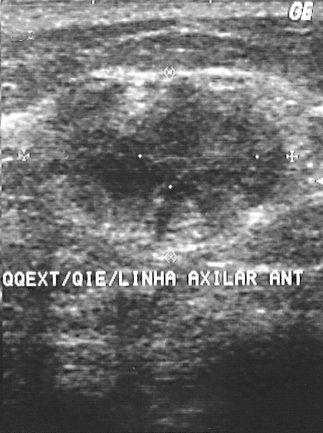
Breast US.
The breast lesion is malignant on biopsy or follow-up.